Imaging: B-mode breast ultrasound.
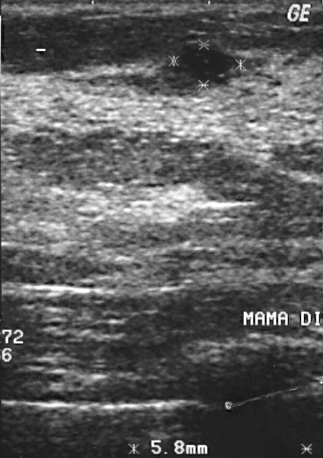
This mass proved benign on biopsy or follow-up. The mass is assessed as BI-RADS 2. Histopathology: cyst (benign).